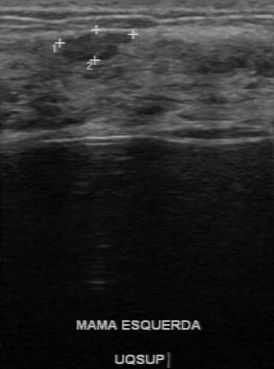
Modality: breast ultrasound image.
- BI-RADS assessment: 3